Imaging: breast ultrasound scan.
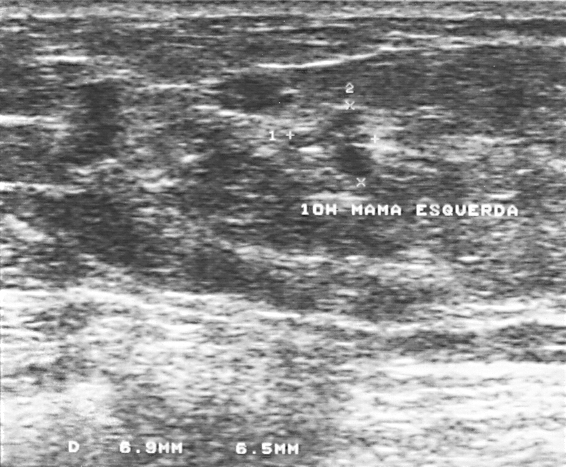
BI-RADS category: 4. Histopathology: invasive ductal carcinoma.
OUTCOME ON BIOPSY OR FOLLOW-UP: malignant.